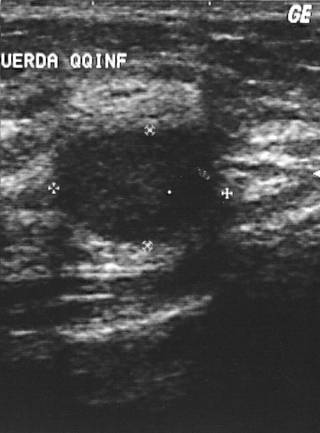
Scanner: GE Logiq 5 @10-12MHz. Imaging: breast ultrasound image.
Lesion characteristics:
- histopathology: fibroadenoma
- BI-RADS assessment: 2